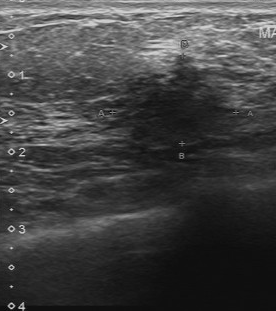
Breast US.
The original reader assigned BI-RADS 4. Findings on the second read (an independent reader): a hypoechoic breast lesion, margin irregular, boundary unclear. There are no calcifications. Histopathology: invasive ductal carcinoma (malignant).